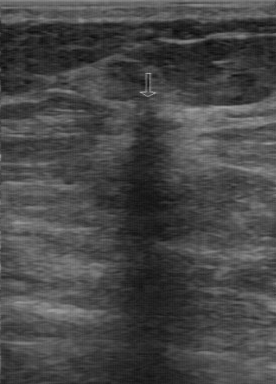
Modality: breast US. Scanner: GE Logiq 7 @10-14MHz.
FINDINGS: Outcome on biopsy or follow-up: malignant. BI-RADS: 4. Histopathology: invasive ductal carcinoma.
OUTCOME ON BIOPSY OR FOLLOW-UP: malignant.